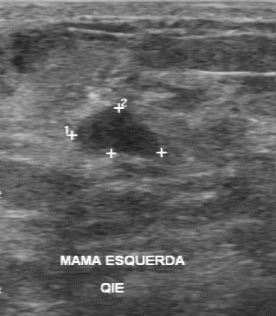
Modality: breast US.
The BI-RADS (second read) is 3. Outcome on biopsy or follow-up is benign. Contour: regular. Calcifications are absent. Echogenicity is hypoechoic. The BI-RADS (first reader) is 3. The lesion boundary is clear.